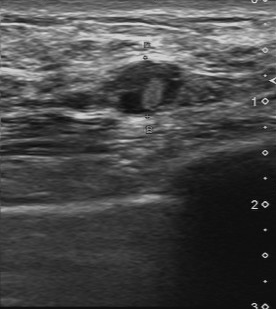
Acquired on Toshiba Aplio 300 @12-14 MHz. Breast ultrasound scan.
Original-read BI-RADS category: 4. Descriptors from an independent second read (not the reader who assigned the category): Boundary: clear. There are no calcifications. Echo pattern: heterogeneous. Margin: regular. Biopsy showed lobular atrophy, a benign finding.